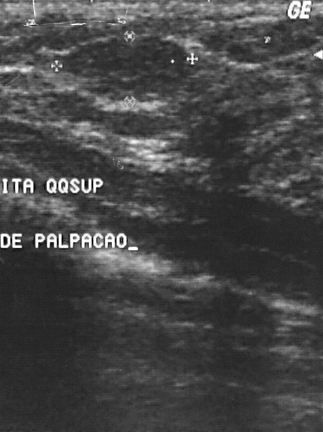
Breast ultrasound scan.
A finding is present on this breast ultrasound scan. BI-RADS category 2. Biopsy showed fibroadenoma, a benign finding.